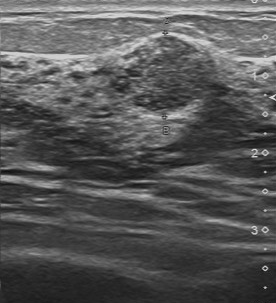
Modality: breast ultrasound scan.
The biopsy result is fibroadenoma. Lesion margin is regular. Echo pattern: heterogeneous. Calcifications are multiple calcifications. Outcome on biopsy or follow-up: benign. Lesion boundary: fairly clear.